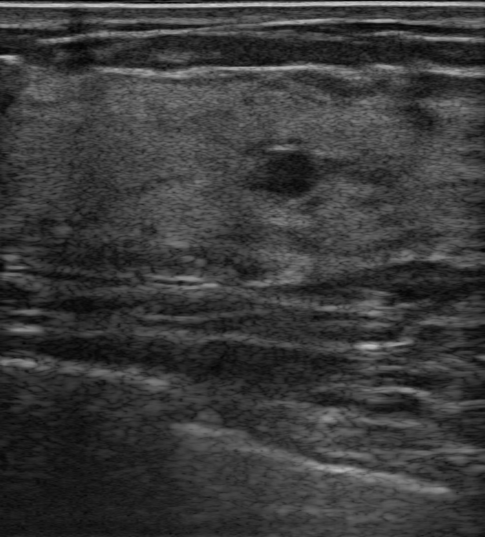
Imaging: breast sonogram. Background echotexture is homogeneous: fibroglandular.
It has a round shape.
Margins are circumscribed.
Its echo pattern is hypoechoic.
No posterior acoustic features are seen.
No echogenic halo is seen.
Calcifications: none.
No skin thickening is seen.
The finding was confirmed by follow-up care.
BI-RADS assessment: 3.